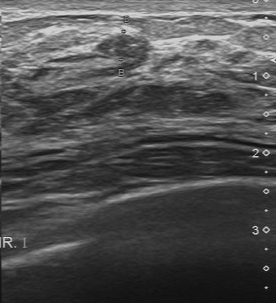
Acquired on Toshiba Aplio 300 @12-14 MHz. Modality: breast sonogram.
The original reader assigned BI-RADS 3. On a second read by an independent reader: Its boundary is clear. Calcifications: suspected. Internally the mass is slightly hypoechoic. Margin: regular. Biopsy showed fibroadenoma, a benign finding.